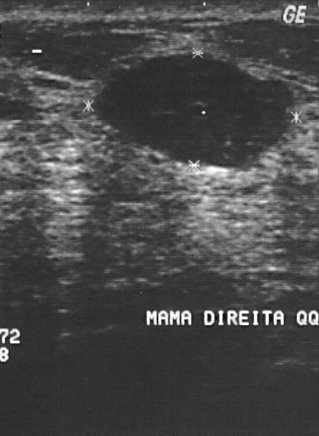
Imaging: B-mode breast ultrasound.
Coordinates are pixels in the 319x436 image. The breast lesion occupies approximately (94, 54) to (295, 168).